Imaging: B-mode breast ultrasound.
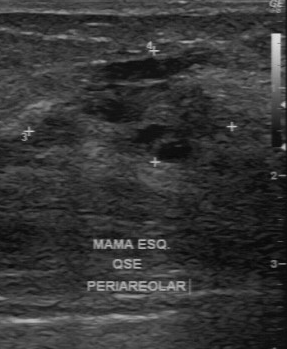
A mass is seen with BI-RADS: 4, biopsy or follow-up result: benign, pathology: hyperplasia.